Imaging: breast ultrasound.
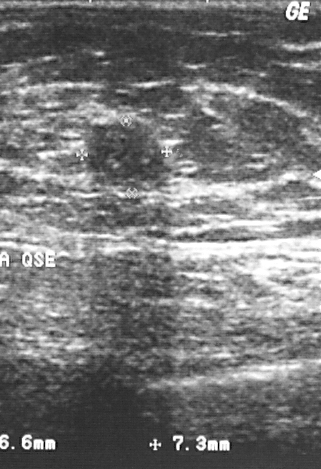
Outcome on biopsy or follow-up: benign. BI-RADS 2.